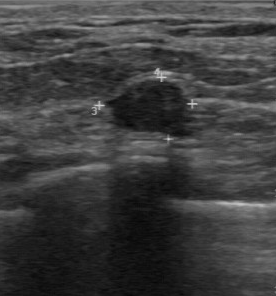
Imaging: breast ultrasound image.
The breast lesion is benign on biopsy or follow-up.